Imaging: breast sonogram.
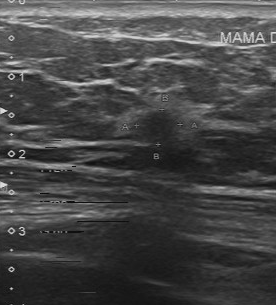
No calcifications are seen. Lesion margin is partially regular. Lesion boundary: somewhat unclear. Internal echoes: slightly hypoechoic.